Imaging: breast US.
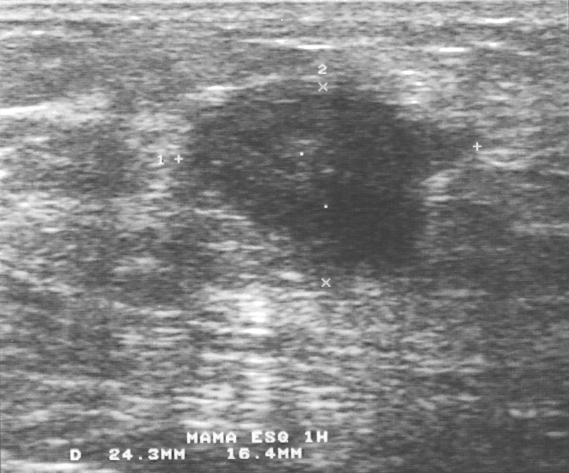
Pixel coordinates (x1, y1, x2, y2): The mass is located within the bounding box top-left (181, 83), bottom-right (476, 277). BI-RADS 4.